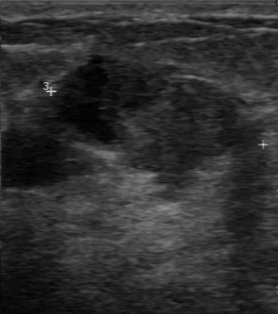
Modality: breast US.
Internal echoes: hypoechoic. Calcifications: none. Contour: partially regular. Boundary: somewhat unclear.